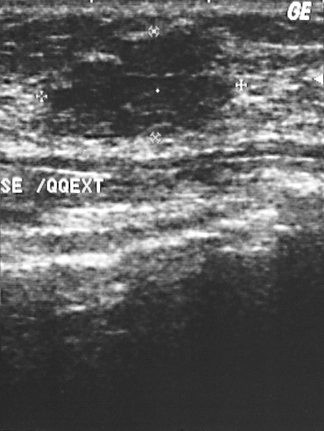
Modality: breast ultrasound.
FINDINGS: Breast ultrasound. Pathology: fibroadenoma. BI-RADS category: 3.
OUTCOME ON BIOPSY OR FOLLOW-UP: benign.